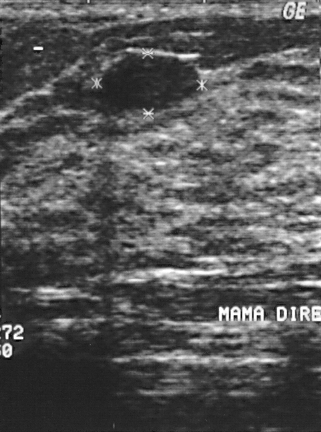
Imaging: breast sonogram.
Coordinates are pixels in the 321x432 image. Segment the finding: bounding box top-left (102, 55), bottom-right (199, 108).